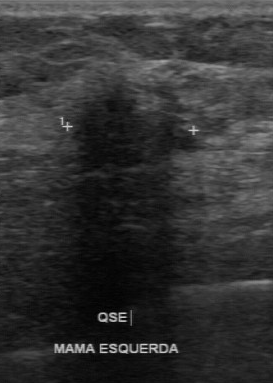
Modality: breast US. Acquired on GE Logiq 7 @10-14MHz.
Original-read BI-RADS category: 4.
On a second read by an independent reader:
Margin: irregular.
Boundary: unclear.
The mass is hypoechoic.
No calcifications are seen.
Histopathology: invasive lobular carcinoma (malignant).